B-mode breast ultrasound. Scanner: GE Logiq 7 @10-14MHz.
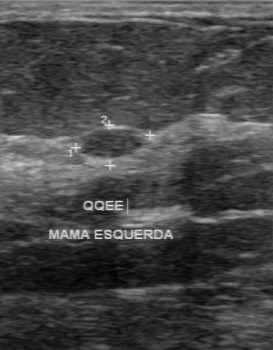
Lesion characteristics:
- margin: regular
- outcome on biopsy or follow-up: benign
- echogenicity: hypoechoic
- calcifications: absent
- lesion boundary: clear
- biopsy result: fibroadenoma